Acquired on Toshiba Aplio 300 @12-14 MHz. Imaging: B-mode breast ultrasound.
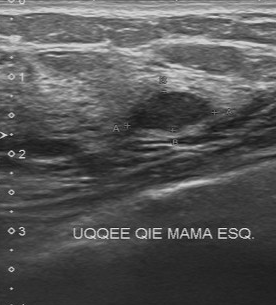
Calcifications are absent. Original BI-RADS is 3. Echogenicity is hypoechoic. Independent BI-RADS assessment is 3.